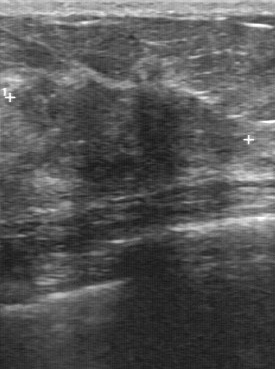
Imaging: breast sonogram.
BI-RADS 5 in the original read. A second reader, independent of the original assessment, describes a hypoechoic finding with an irregular margin; the boundary is unclear. There are multiple calcifications. Biopsy showed invasive ductal carcinoma, a malignant finding.